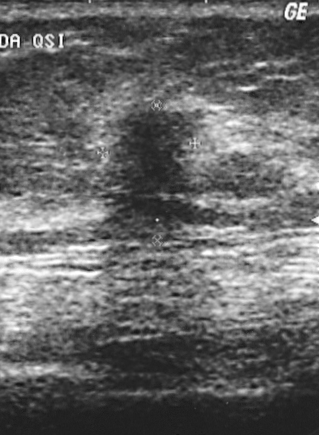
Modality: B-mode breast ultrasound.
Histopathology: invasive ductal carcinoma. This finding proved malignant on biopsy or follow-up. BI-RADS category 4.